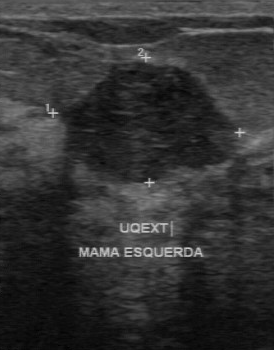
Scanner: GE Logiq 7 @10-14MHz. Modality: breast sonogram.
Pixel coordinates (x1, y1, x2, y2): The finding is located within the bounding box [58, 62, 235, 188].